Imaging: breast ultrasound scan.
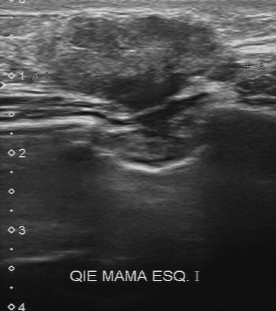
Pixel coordinates (x1, y1, x2, y2): Segment the mass: bounding box (48, 15) to (234, 110). The mass is malignant on biopsy or follow-up. BI-RADS 4.